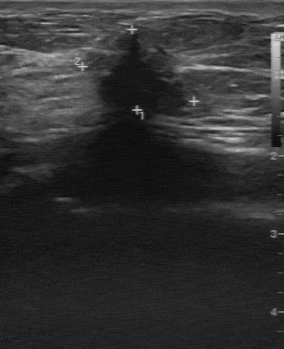
Modality: B-mode breast ultrasound.
BI-RADS 4 in the original read; on a second read the margin is irregular, the boundary unclear and the lesion hypoechoic. There are no calcifications. Histopathology: invasive lobular carcinoma (malignant).